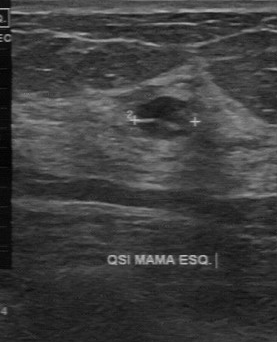
Imaging: B-mode breast ultrasound.
BI-RADS 2 in the original read; on a second read the margin is partially regular, the boundary fairly clear and the finding slightly hypoechoic. Biopsy showed cyst, a benign finding.